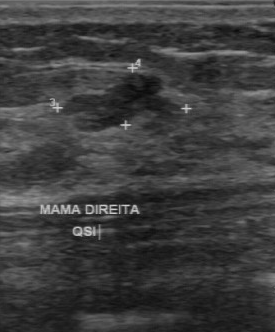
Modality: breast ultrasound.
Biopsy result is fibroadenoma. BI-RADS category is 3.